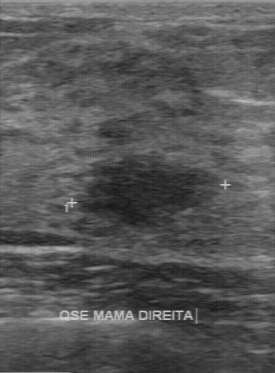
Imaging: B-mode breast ultrasound.
Breast lesion: benign on biopsy or follow-up. (BI-RADS category 4.)